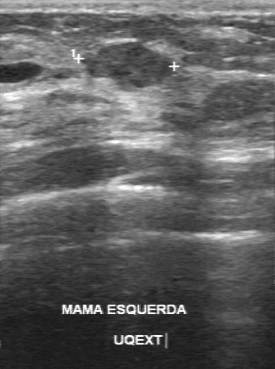
Modality: breast sonogram.
The breast lesion was assessed as BI-RADS 3 by the original reader. Findings on the second read (an independent reader): a slightly hypoechoic breast lesion, margin partially regular, boundary fairly clear. No calcifications are seen. Pathology confirmed benign intraductal papilloma.